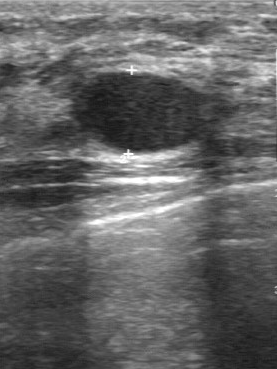
Breast sonogram.
The breast lesion was assessed as BI-RADS 2 by the original reader. Findings on the second read (an independent reader): a hypoechoic breast lesion, margin regular, boundary clear. Biopsy showed cyst, a benign finding.